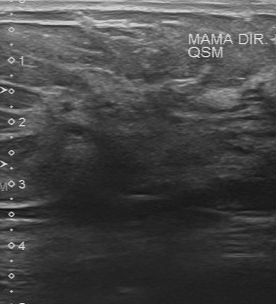
Scanner: Toshiba Aplio 300 @12-14 MHz. Breast ultrasound.
BI-RADS 5 in the original read; on a second read the margin is irregular, the boundary unclear and the lesion slightly hypoechoic. Histopathology: invasive ductal carcinoma (malignant).